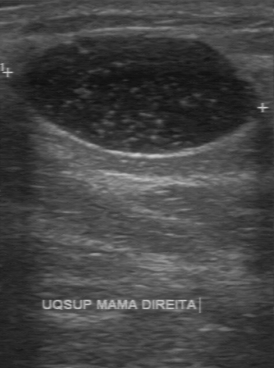
Breast sonogram.
The lesion demonstrates BI-RADS (first reader): 2, regular lesion margin, BI-RADS (second read): 3, outcome on biopsy or follow-up: benign.